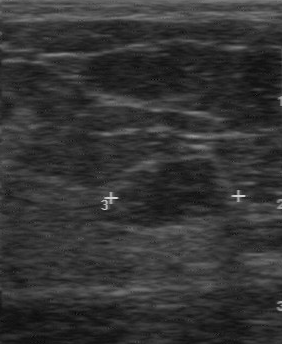
Scanner: GE Logiq 7 @10-14MHz. Breast ultrasound.
(coordinates in a 282x344 pixel frame) The mass is located within the bounding box (116,158)-(221,225). The mass is benign on biopsy or follow-up.